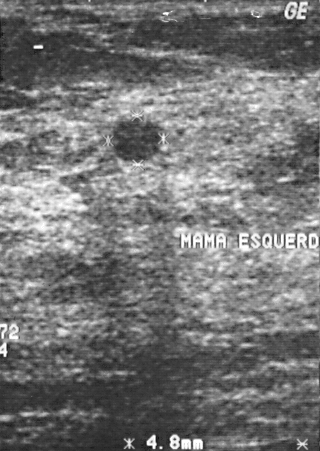
Imaging: breast ultrasound.
Coordinates are pixels in the 320x451 image. The mass is located within the bounding box top-left (106, 114), bottom-right (166, 165). The mass is benign on biopsy or follow-up.